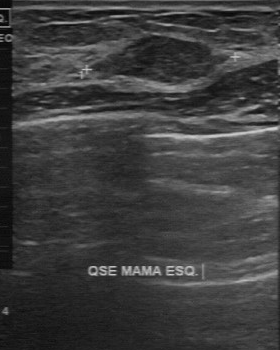
Acquired on GE Logiq 7 @10-14MHz. Imaging: breast ultrasound scan.
FINDINGS: BI-RADS (second read): 3.